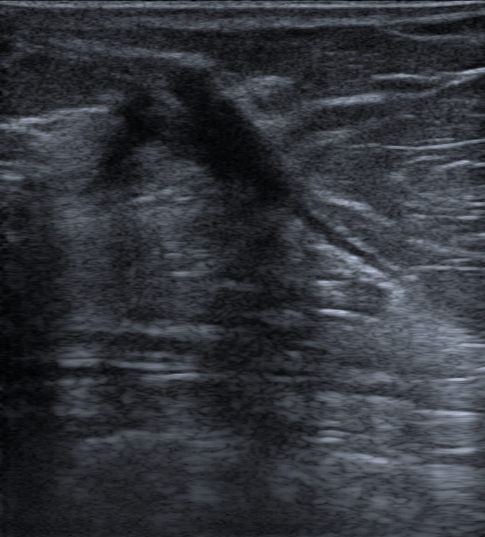
Imaging: breast US.
It has an irregular shape. The lesion has spiculated and indistinct margins. Internally the lesion is hypoechoic. Posterior features: shadowing. Echogenic halo: absent. Calcifications: none. Skin thickening is present. Verification: follow-up care. Radiologist's impression: Breast scar (surgery). Assigned BI-RADS 2.